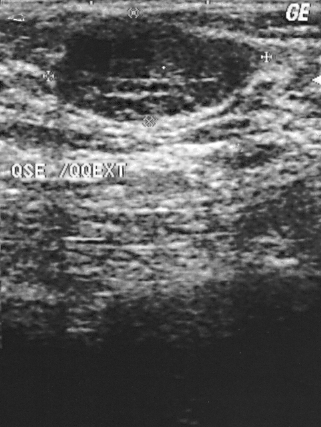
Breast ultrasound image. Acquired on GE Logiq 5 @10-12MHz.
A mass is seen. BI-RADS category 2. Pathology confirmed benign fibroadenoma.